Breast ultrasound image. Acquired on GE Logiq 7 @10-14MHz.
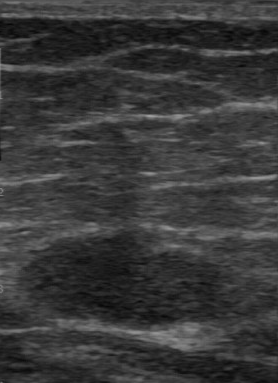
Second-reader BI-RADS: 3. The confirmed outcome (biopsy or follow-up) is benign. Biopsy result is fibroadenoma. The BI-RADS (first reader) is 3.